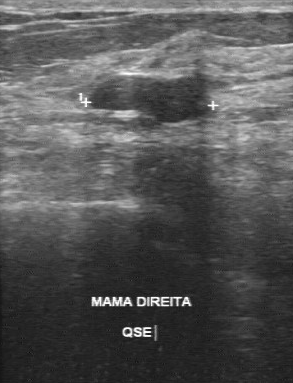
B-mode breast ultrasound. Scanner: GE Logiq 7 @10-14MHz.
Pixel coordinates (x1, y1, x2, y2): Segment the finding: bounding box [89, 74, 204, 122]. The finding is benign on biopsy or follow-up.